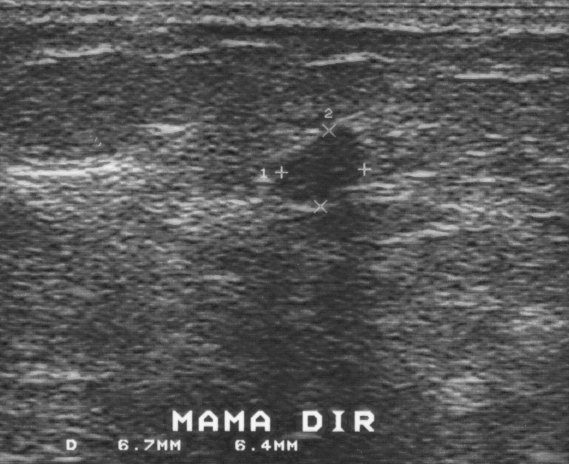
Imaging: breast sonogram.
A finding is seen. BI-RADS category 3. Biopsy showed fibroadenoma, a benign finding.